Scanner: GE Logiq 5 @10-12MHz. Modality: breast ultrasound.
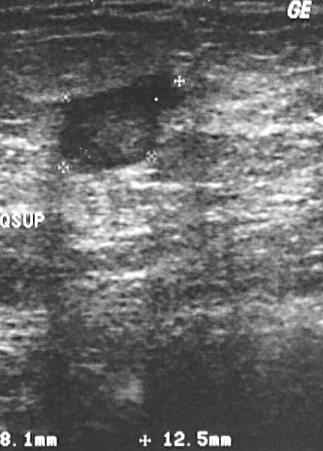
A mass is present on this breast ultrasound. It was assessed as BI-RADS 4. Histopathology: invasive ductal carcinoma (malignant).